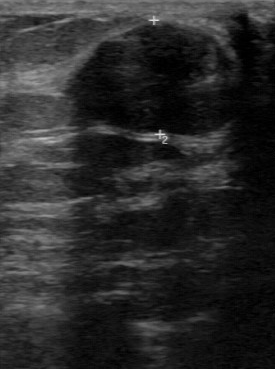
Breast ultrasound.
The lesion was categorized BI-RADS 3 in the original read. On a second, independent read, a lesion with a regular margin and a clear boundary is seen; it is hypoechoic. Biopsy showed fibroadenoma, a benign finding.